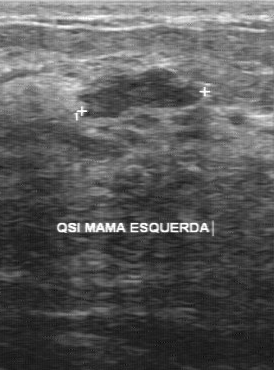
Imaging: B-mode breast ultrasound.
The original reader assigned BI-RADS 4. A second reader, independent of the original assessment, describes a slightly hypoechoic lesion with a partially regular margin; the boundary is fairly clear. Pathology confirmed benign fibroadenoma.